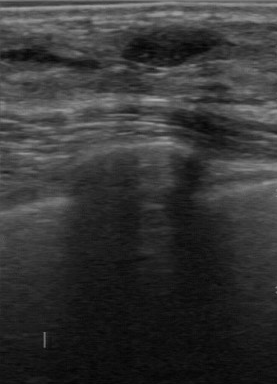
Modality: breast ultrasound image.
This breast ultrasound image shows a mass with BI-RADS (first reader): 2, calcifications: none, second-reader BI-RADS: 3, clear boundary, pathology: fibroadenoma, regular margin.